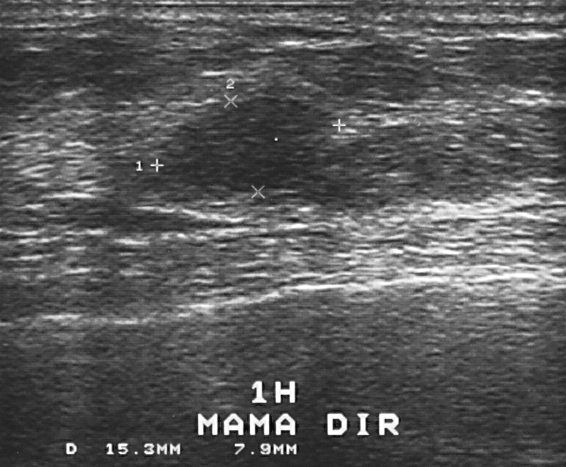
Modality: breast ultrasound. Scanner: GE Logiq 5 @10-12MHz.
Outcome on biopsy or follow-up: benign.